Imaging: breast sonogram.
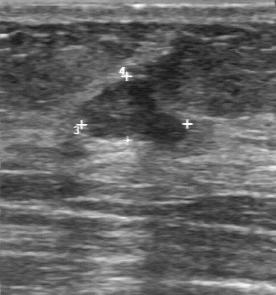
BI-RADS 2 in the original read.
Descriptors from an independent second read (not the reader who assigned the category):
Echo pattern: slightly hypoechoic.
The mass has a partially regular margin.
Its boundary is somewhat unclear.
No calcifications are seen.
Histopathology: fibroadenoma (benign).